Imaging: breast ultrasound scan.
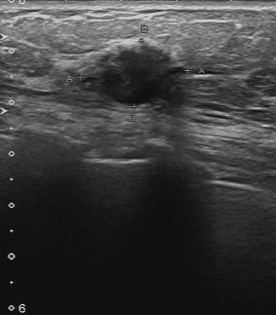
(coordinates in a 276x315 pixel frame) Breast lesion bounding box: x1=74, y1=40, x2=184, y2=106. The breast lesion is malignant on biopsy or follow-up.